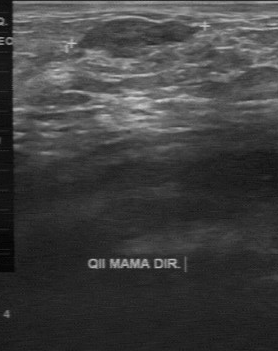
Imaging: breast ultrasound image.
This breast ultrasound image shows a breast lesion, benign on biopsy or follow-up. (BI-RADS category 3.)